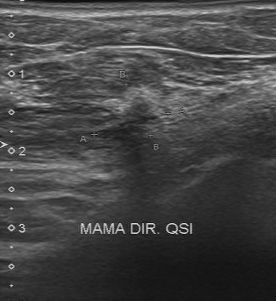
B-mode breast ultrasound. Acquired on Toshiba Aplio 300 @12-14 MHz.
This B-mode breast ultrasound shows a finding, malignant on biopsy or follow-up. (BI-RADS category 4.)